Imaging: breast ultrasound.
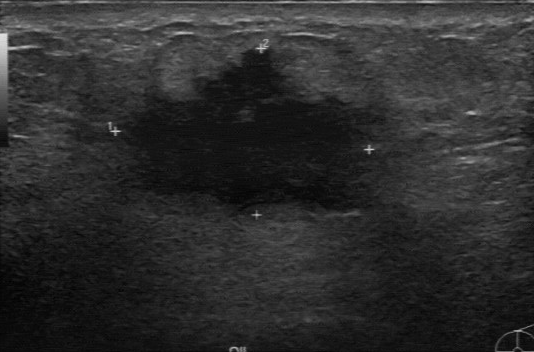
Original-read BI-RADS category: 4. Descriptors from an independent second read (not the reader who assigned the category): The mass has an irregular margin. The lesion boundary is unclear. Echo pattern: hypoechoic. Calcifications: none. The biopsy result was invasive ductal carcinoma; the mass is malignant.